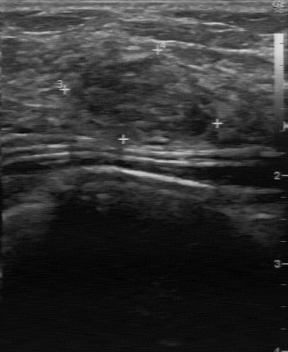
Modality: breast ultrasound.
The lesion was categorized BI-RADS 3 in the original read. The following findings are from a second reader, independent of the original assessment. There are no calcifications. The lesion is heterogeneous. Its boundary is fairly clear. The margin is partially regular. Histopathology: fibroadenoma (benign).